Scanner: GE Logiq 5 @10-12MHz. Imaging: breast sonogram.
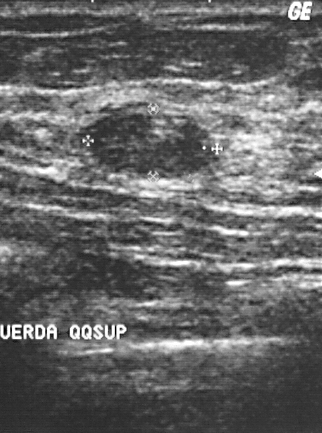
A mass is present on this breast sonogram. It was assessed as BI-RADS 2. Histopathology: fibroadenoma (benign).